B-mode breast ultrasound.
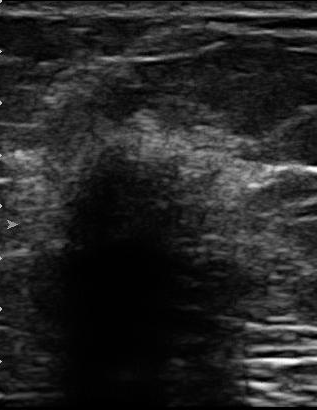
FINDINGS: B-mode breast ultrasound. Boundary: unclear. Biopsy or follow-up result: malignant. Calcifications: none. Echo pattern: hypoechoic. Contour: irregular. Histopathology: invasive ductal carcinoma.